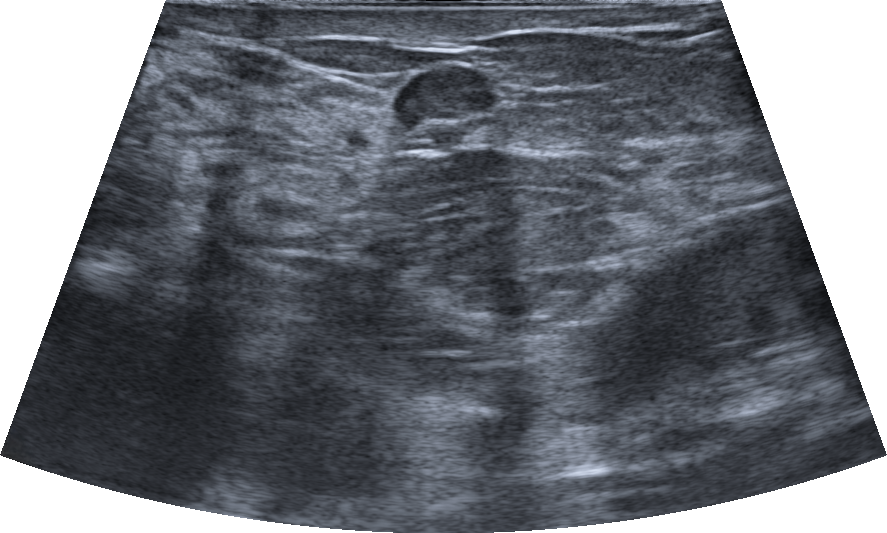
Breast sonogram. Age 68.
Biopsy or follow-up result: benign.